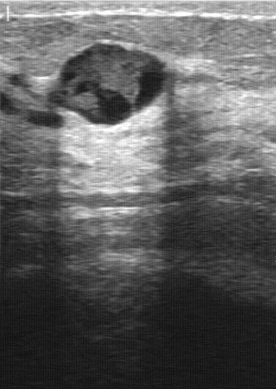
Breast sonogram.
Original-read BI-RADS category: 4. On a second read by an independent reader: Margin: regular. The lesion boundary is clear. Echo pattern: mixed cystic and solid. No calcifications are seen. The biopsy result was intraductal papilloma; the breast lesion is benign.